Breast ultrasound scan.
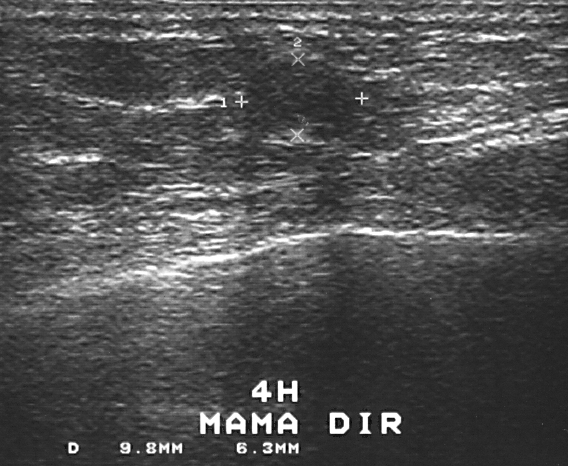
A lesion is seen. Assessment: BI-RADS 3. The biopsy result was fibroadenoma; the lesion is benign.